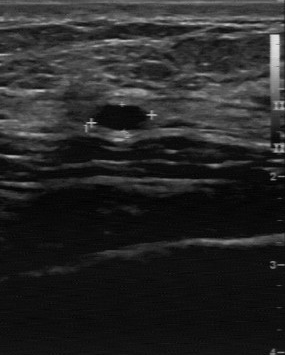
Scanner: GE Logiq 7 @10-14MHz. Imaging: breast ultrasound scan.
The original reader assigned BI-RADS 2.
A second, independent read describes the mass as follows.
Margin: regular.
Its boundary is clear.
Internally the mass is hypoechoic.
There are no calcifications.
Histopathology: cyst (benign).